Breast sonogram.
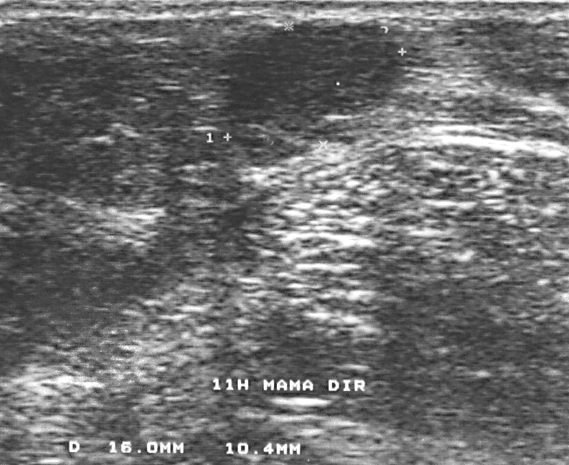
Lesion characteristics:
- BI-RADS category: 3
- outcome on biopsy or follow-up: benign
- histopathology: fibroadenoma